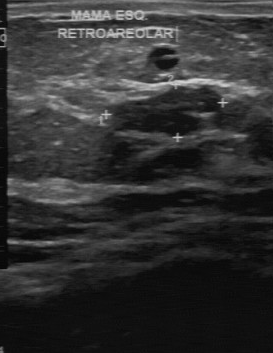
Imaging: B-mode breast ultrasound.
The original reader assigned BI-RADS 3.
The following findings are from a second reader, independent of the original assessment.
The finding has a partially regular margin.
Boundary: fairly clear.
Internally the finding is hypoechoic.
No calcifications are seen.
Biopsy showed fibroadenoma, a benign finding.